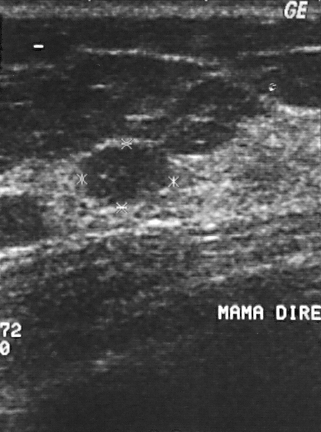
B-mode breast ultrasound.
Finding: breast lesion, benign on biopsy or follow-up. BI-RADS 2.